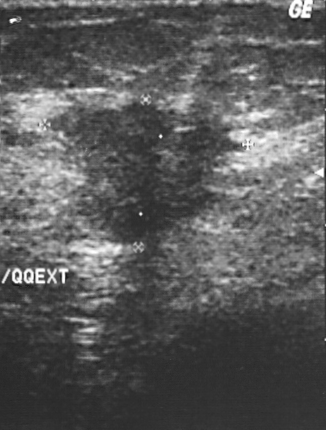
Modality: breast ultrasound image.
The finding is malignant on biopsy or follow-up. BI-RADS 4.